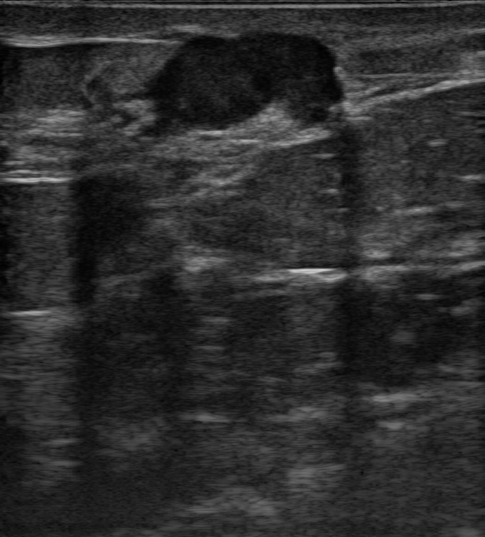
Imaging: breast ultrasound scan. 59-year-old patient. Background tissue composition: heterogeneous: predominantly fat.
- echogenic halo: none
- echotexture: hypoechoic
- radiologist impression: Suspicion of malignancy; Cyst filled with thick fluid; Dysplasia; Fibroadenoma
- histopathology: Invasive carcinoma of no special type (NST)
- skin thickening: none
- BI-RADS: 4B
- posterior features: absent
- shape: oval
- lesion margin: not circumscribed - indistinct
- calcifications: in a mass